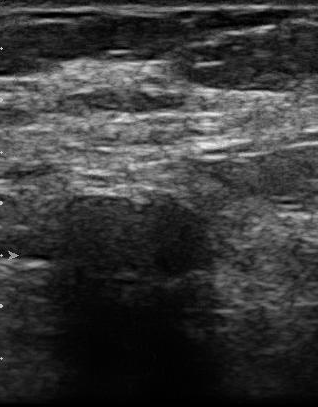
Breast ultrasound.
BI-RADS category: 3. Histopathology: fibroadenoma.
OUTCOME ON BIOPSY OR FOLLOW-UP: benign.